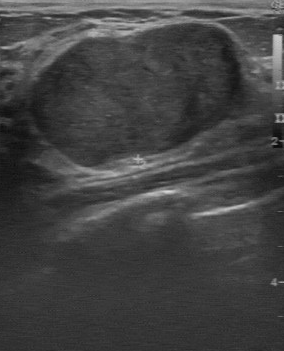
Acquired on GE Logiq 7 @10-14MHz. Modality: breast US.
This breast US shows a breast lesion with outcome on biopsy or follow-up: benign, histopathology: fibroadenoma, BI-RADS category: 2.